Scanner: GE Logiq 7 @10-14MHz. Modality: breast US.
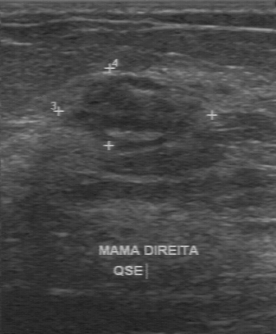
The mass is malignant on biopsy or follow-up.